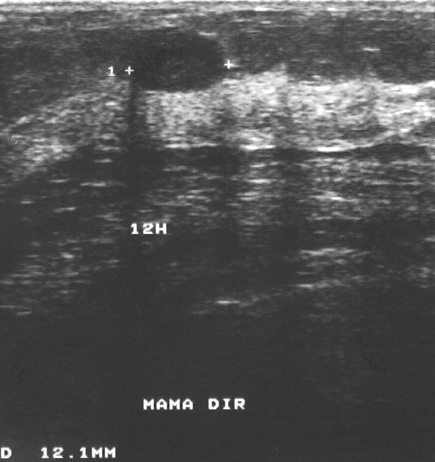
Modality: breast sonogram.
The BI-RADS is 2. The pathology is fibroadenoma.